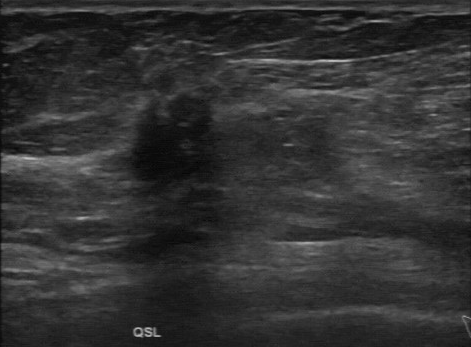
Imaging: breast US.
Biopsy or follow-up result: malignant.